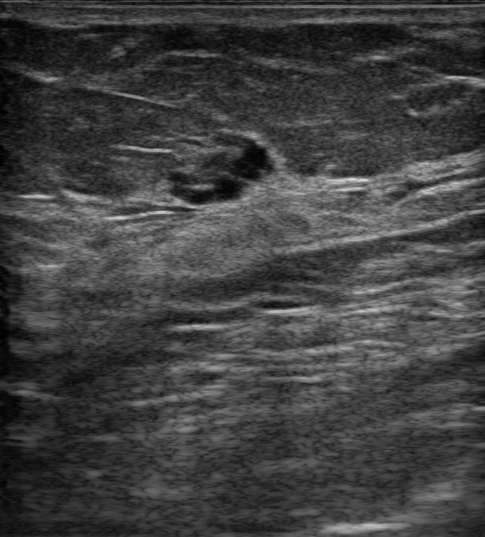
Breast US. Patient age: 60.
The finding is oval and complex cystic and solid; its margin is circumscribed. Posterior features: none. Calcifications: none. Skin thickening: none. BI-RADS 2; outcome on biopsy or follow-up: benign. The finding was confirmed by follow-up care.